Imaging: breast sonogram.
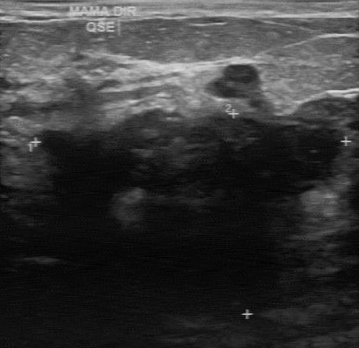
The lesion was categorized BI-RADS 4 in the original read.
A second, independent read describes the lesion as follows.
The lesion has an irregular margin.
The lesion boundary is unclear.
Echo pattern: hypoechoic.
There are no calcifications.
Biopsy showed invasive ductal carcinoma, a malignant finding.